Modality: breast sonogram.
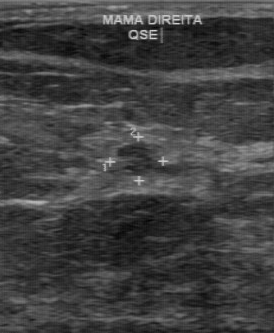
The mass was assessed as BI-RADS 4 by the original reader. On a second read by an independent reader: The margin is partially regular. Its boundary is somewhat unclear. The mass is slightly hypoechoic. Calcifications: none. The biopsy result was intraductal papilloma; the mass is benign.